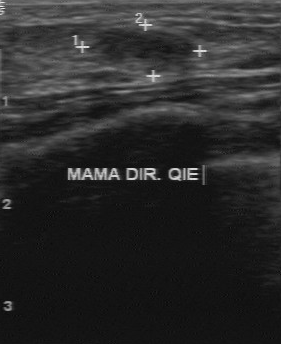
Breast US. Acquired on GE Logiq 7 @10-14MHz.
The confirmed outcome (biopsy or follow-up) is benign. Echogenicity: hypoechoic. No calcifications are seen. Lesion boundary is clear. Lesion margin: regular.